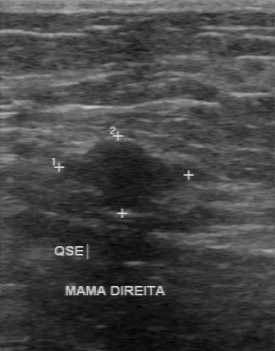
Modality: breast ultrasound scan.
A lesion is seen with partially regular contour, BI-RADS on independent re-read: 3, hypoechoic echo pattern.